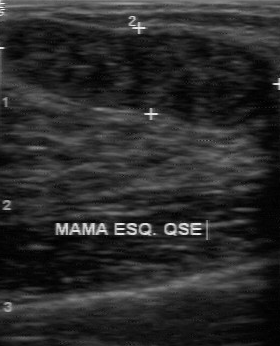
Breast US.
Breast US findings:
- internal echoes: hypoechoic
- calcifications: none
- lesion boundary: clear
- independent BI-RADS assessment: 3
- outcome on biopsy or follow-up: benign
- margin: regular